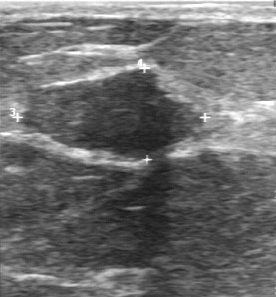
Breast US.
FINDINGS: BI-RADS: 2. Histopathology: fibroadenoma. Biopsy or follow-up result: benign.
OUTCOME ON BIOPSY OR FOLLOW-UP: benign.